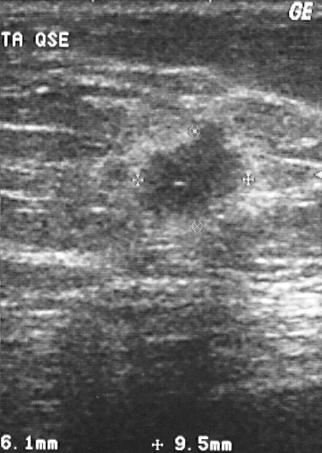
B-mode breast ultrasound.
Biopsy showed invasive ductal carcinoma, a malignant finding. BI-RADS category 4.